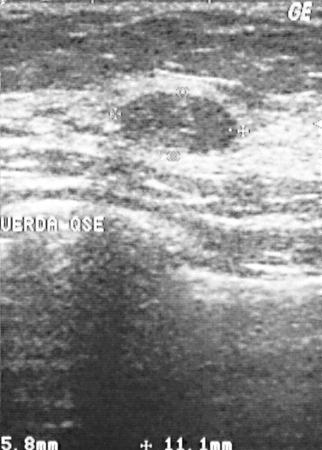
Breast ultrasound.
(coordinates in a 322x450 pixel frame) Lesion region of interest: top-left (117, 92), bottom-right (235, 153). BI-RADS 2.